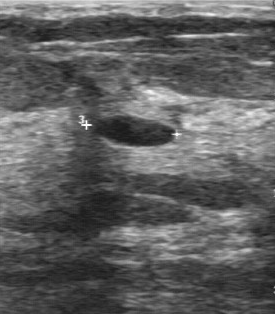
Modality: breast ultrasound scan.
The breast lesion occupies approximately (87, 115) to (178, 149). The breast lesion is benign on biopsy or follow-up.